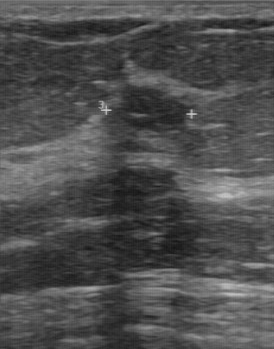
Acquired on GE Logiq 7 @10-14MHz. Imaging: breast US.
(coordinates in a 274x349 pixel frame) Lesion region of interest: top-left (109, 83), bottom-right (190, 133). The mass is benign on biopsy or follow-up.